Acquired on GE Logiq 7 @10-14MHz. Modality: B-mode breast ultrasound.
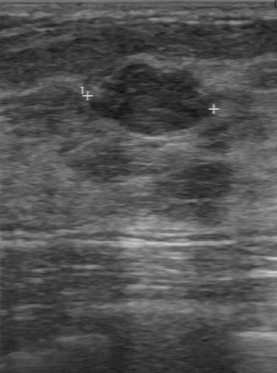
The original reader assigned BI-RADS 3. A second, independent read describes the mass as follows. No calcifications are seen. Internally the mass is hypoechoic. The lesion boundary is clear. The margin is regular. Biopsy showed fibroadenoma, a benign finding.